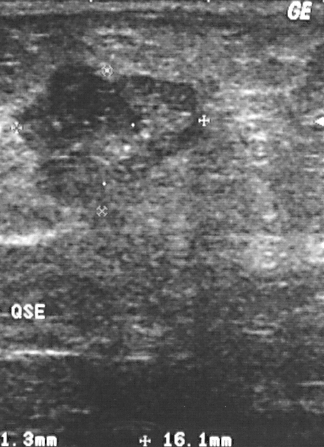
Imaging: breast ultrasound. Scanner: GE Logiq 5 @10-12MHz.
This breast ultrasound shows a lesion. Assessment: BI-RADS 5. Pathology confirmed malignant invasive ductal carcinoma.